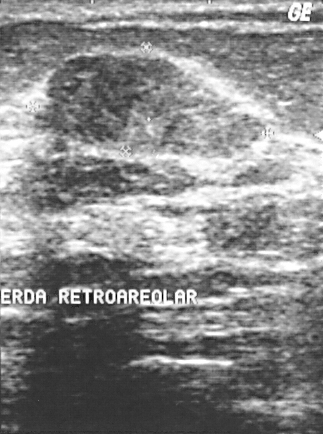
Imaging: B-mode breast ultrasound.
Finding: lesion, benign on biopsy or follow-up. BI-RADS 2.